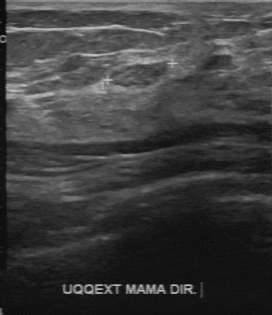
Imaging: breast ultrasound.
FINDINGS: Pathology: cyst. BI-RADS: 2.
OUTCOME ON BIOPSY OR FOLLOW-UP: benign.